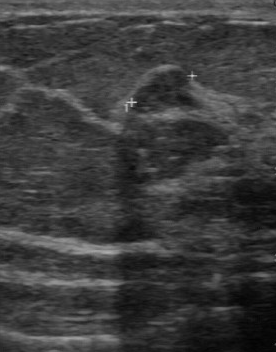
Acquired on GE Logiq 7 @10-14MHz. Imaging: breast ultrasound.
Breast lesion: benign on biopsy or follow-up.